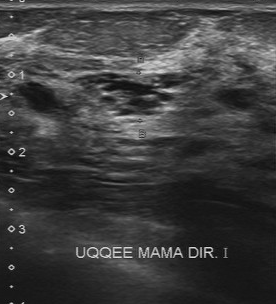
Scanner: Toshiba Aplio 300 @12-14 MHz. Modality: breast sonogram.
The mass was categorized BI-RADS 4 in the original read. On a second, independent read, a mass with a partially regular margin and a somewhat unclear boundary is seen; it is of mixed cystic and solid echotexture. Calcification is suspected. Pathology confirmed benign fibrocystic changes.